Imaging: breast US.
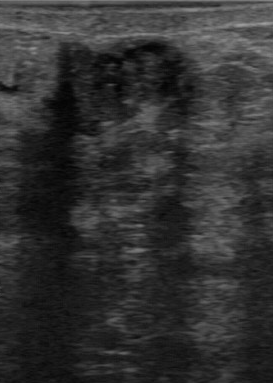
The mass occupies approximately [45, 41, 204, 133]. The mass is malignant on biopsy or follow-up. BI-RADS 4.